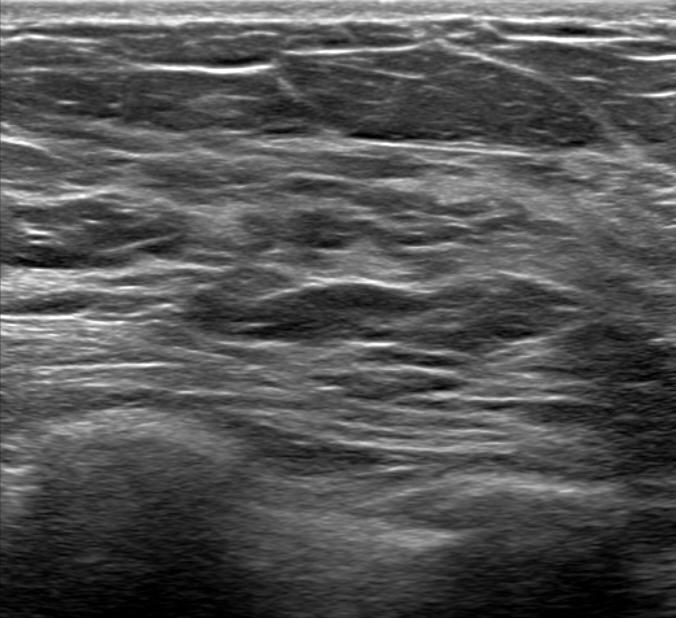
Breast sonogram.
No focal lesion is identified.